Modality: breast ultrasound.
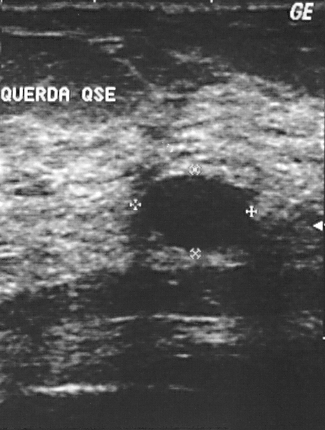
Outcome on biopsy or follow-up: benign. Assigned BI-RADS 2. Pathology confirmed fibrocystic changes.